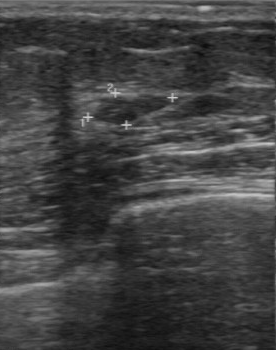
Imaging: breast US. Scanner: GE Logiq 7 @10-14MHz.
The finding is benign on biopsy or follow-up. BI-RADS 2.